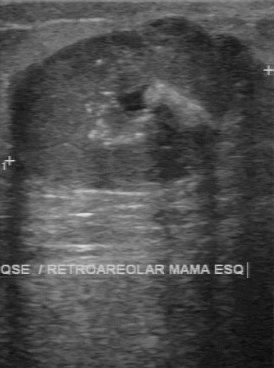
Breast sonogram. Scanner: GE Logiq 7 @10-14MHz.
Finding: lesion, malignant on biopsy or follow-up.